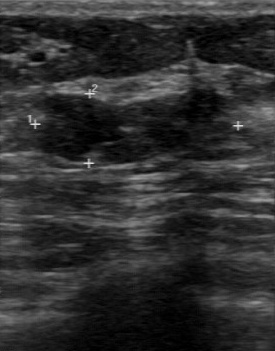
Breast ultrasound.
Biopsy or follow-up result: benign.